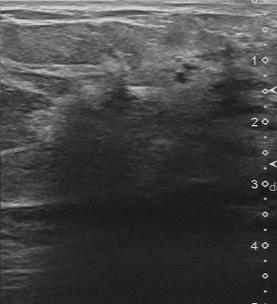
Breast ultrasound image.
FINDINGS: BI-RADS (first reader): 5. Boundary: unclear. Contour: irregular. Internal echoes: hypoechoic. BI-RADS (second read): 4C. Calcifications: none.
OUTCOME ON BIOPSY OR FOLLOW-UP: malignant.